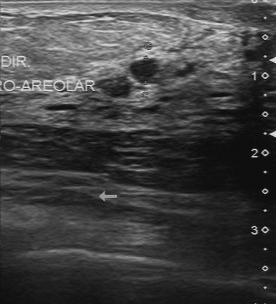
Modality: breast ultrasound scan. Acquired on Toshiba Aplio 300 @12-14 MHz.
The breast lesion was assessed as BI-RADS 2 by the original reader. On a second read by an independent reader: The breast lesion has a regular margin. Its boundary is clear. Echo pattern: hypoechoic. Calcifications: none. Biopsy showed cyst, a benign finding.